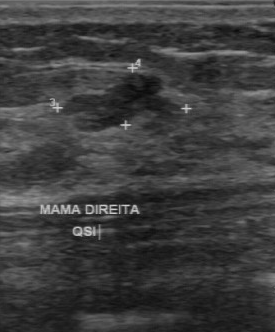
Imaging: breast US.
The lesion demonstrates histopathology: fibroadenoma, regular margin, confirmed outcome (biopsy or follow-up): benign, hypoechoic echo pattern, somewhat unclear boundary, calcifications: none.